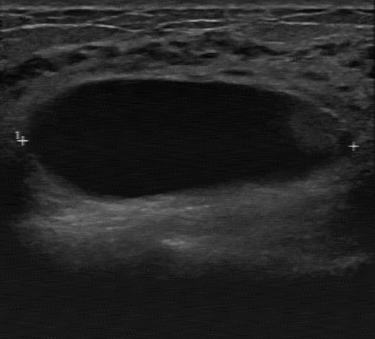
B-mode breast ultrasound.
FINDINGS: BI-RADS category: 4. Biopsy or follow-up result: benign. Pathology: intraductal papilloma.
OUTCOME ON BIOPSY OR FOLLOW-UP: benign.